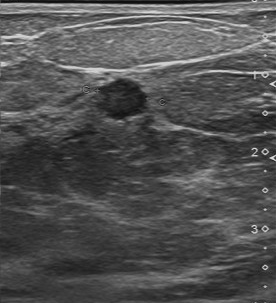
Imaging: breast ultrasound scan.
A lesion is seen with BI-RADS category: 4, pathology: invasive ductal carcinoma.